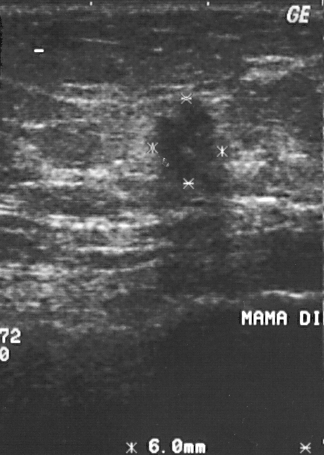
Breast ultrasound image.
Finding: lesion, malignant on biopsy or follow-up. BI-RADS 4.